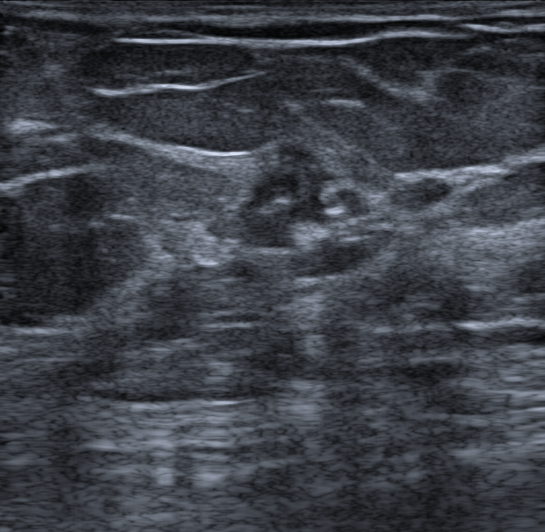
Modality: breast ultrasound scan.
There is no skin thickening. No echogenic halo is seen. Internally the finding is heterogeneous. Shape: irregular. No posterior acoustic features are seen. The finding has spiculated and indistinct margins. There are calcifications in the mass. The finding is assessed as BI-RADS 4B.